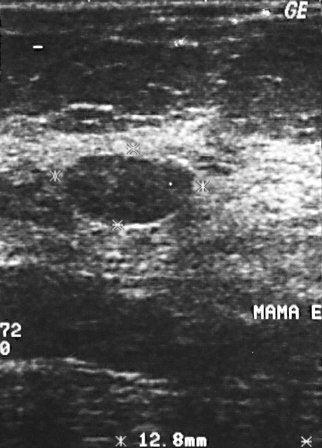
Modality: breast ultrasound. Acquired on GE Logiq 5 @10-12MHz.
FINDINGS: Histopathology: fibroadenoma. BI-RADS category: 2.
OUTCOME ON BIOPSY OR FOLLOW-UP: benign.